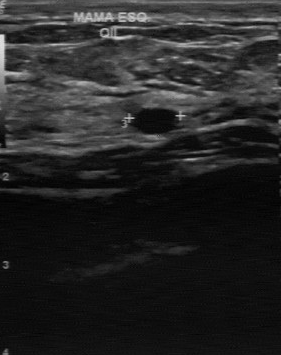
Modality: breast sonogram. Scanner: GE Logiq 7 @10-14MHz.
Finding: breast lesion, benign on biopsy or follow-up. (BI-RADS category 2.)